Breast sonogram.
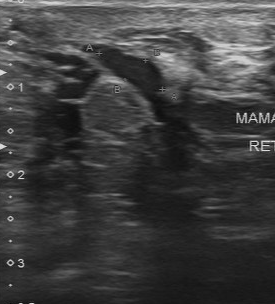
Pixel coordinates (x1, y1, x2, y2): The breast lesion occupies approximately x1=98, y1=48, x2=162, y2=96. BI-RADS 2.